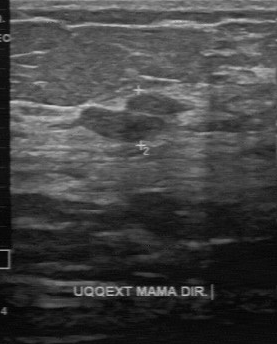
Breast US.
The finding was categorized BI-RADS 3 in the original read. A second reader, independent of the original assessment, describes a slightly hypoechoic finding with a partially regular margin; the boundary is fairly clear. Pathology confirmed benign fibroadenoma.